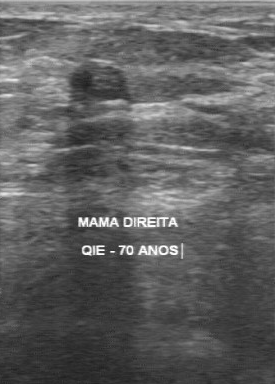
Scanner: GE Logiq 7 @10-14MHz. Modality: breast ultrasound image.
- histopathology: hyperplasia
- BI-RADS assessment: 3
- biopsy or follow-up result: benign